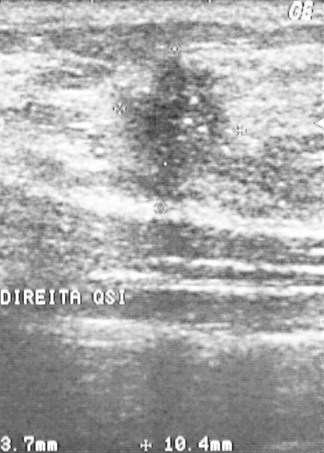
Imaging: B-mode breast ultrasound.
Pixel coordinates (x1, y1, x2, y2): Segment the finding: bounding box x1=108, y1=51, x2=234, y2=207.